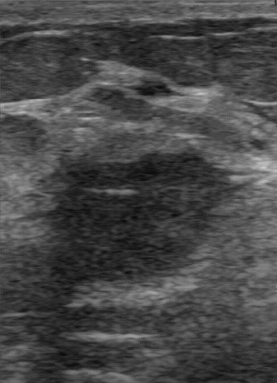
Scanner: GE Logiq 7 @10-14MHz. Modality: breast ultrasound image.
This breast ultrasound image shows a mass with BI-RADS: 4, pathology: invasive ductal carcinoma.